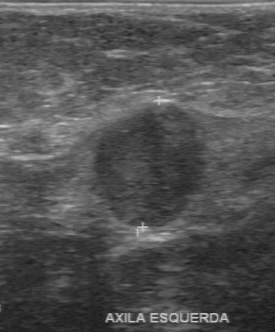
B-mode breast ultrasound.
The original reader assigned BI-RADS 4. A second reader, independent of the original assessment, describes a slightly hypoechoic mass with a regular margin; the boundary is fairly clear. There are no calcifications. Pathology confirmed malignant invasive ductal carcinoma.